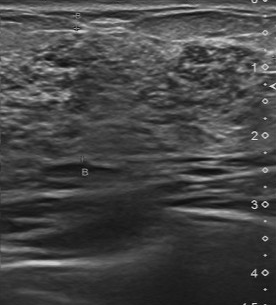
Modality: breast ultrasound scan.
FINDINGS: Breast ultrasound scan. Histopathology: invasive ductal carcinoma. Outcome on biopsy or follow-up: malignant. BI-RADS category: 4.
OUTCOME ON BIOPSY OR FOLLOW-UP: malignant.